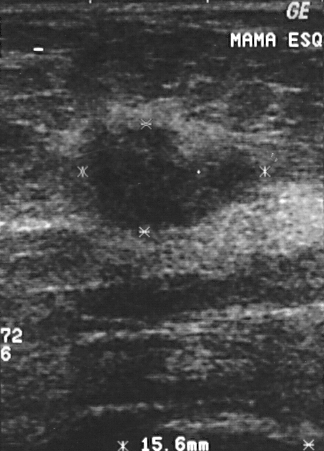
Acquired on GE Logiq 5 @10-12MHz. Breast ultrasound.
Coordinates are pixels in the 324x451 image. Segment the breast lesion: bounding box [71, 124, 269, 234]. The breast lesion is malignant on biopsy or follow-up. BI-RADS 4.